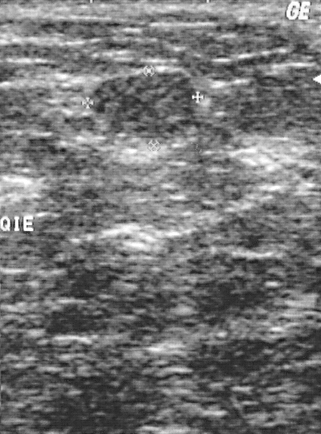
Breast ultrasound.
Coordinates are pixels in the 321x434 image. The lesion occupies approximately x1=96, y1=72, x2=192, y2=138.